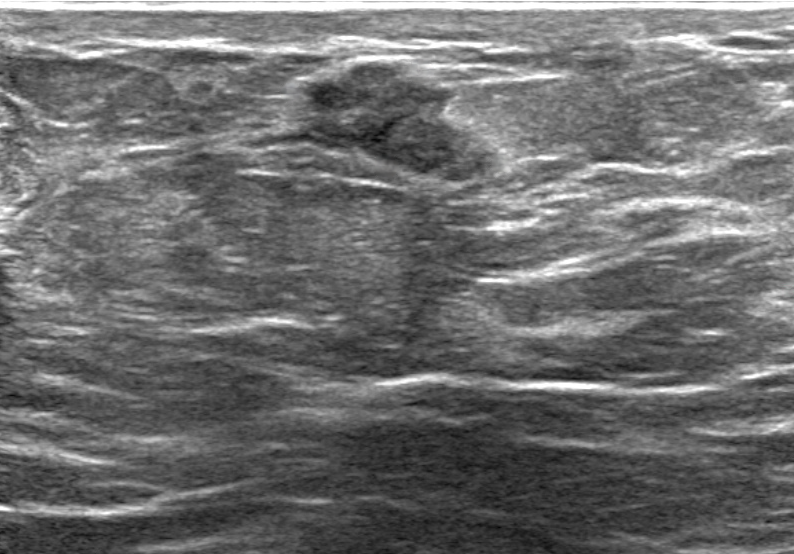
Breast ultrasound image.
The BI-RADS assessment is 4B. Calcifications: none. Echotexture: heterogeneous. Skin thickening: none. The shape is irregular. Pathology is Benign mammary dysplasia. Posterior features: none.